Breast ultrasound image. Acquired on Toshiba Aplio 300 @12-14 MHz.
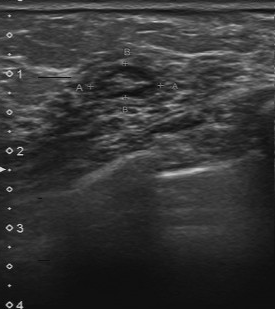
Finding: mass, benign on biopsy or follow-up.